Modality: B-mode breast ultrasound. Acquired on GE Logiq 7 @10-14MHz.
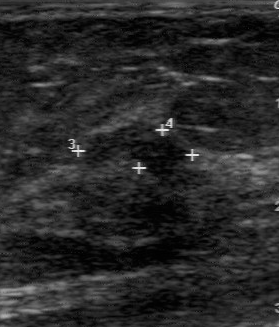
Lesion characteristics:
- histopathology: fibroadenoma
- BI-RADS (second read): 3
- lesion boundary: fairly clear
- echo pattern: hypoechoic
- calcifications: none